Imaging: breast ultrasound image.
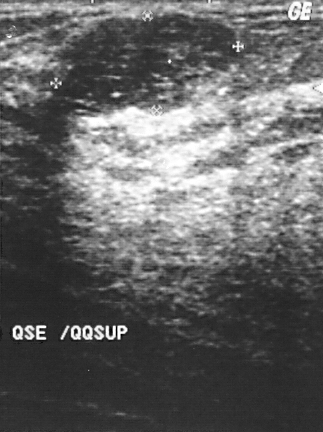
The breast lesion demonstrates BI-RADS category: 2.